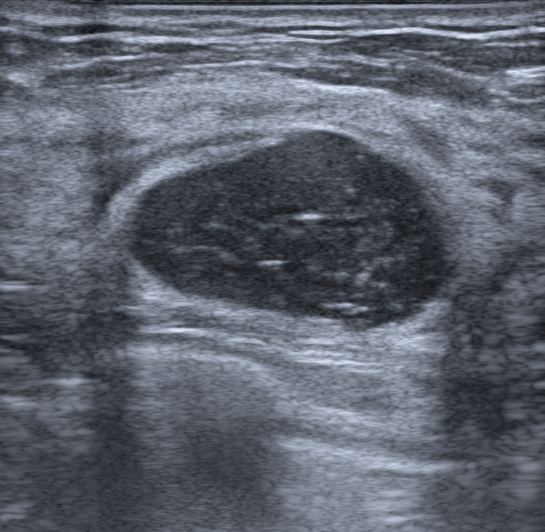
Imaging: breast sonogram.
The mass is benign on biopsy or follow-up. (BI-RADS category 4A.)